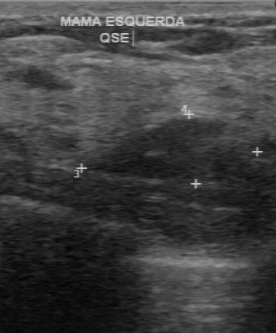
Modality: B-mode breast ultrasound.
- outcome on biopsy or follow-up: benign
- BI-RADS: 3